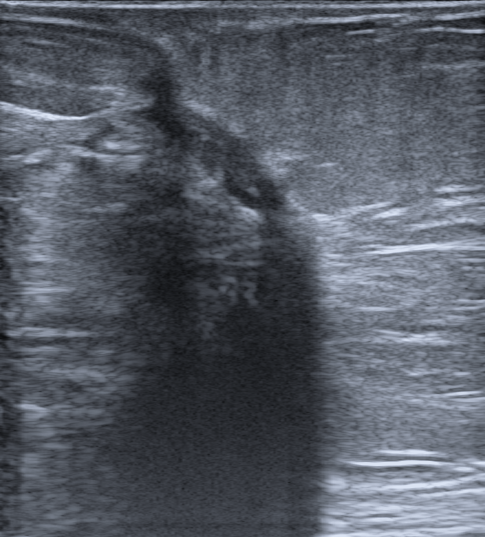
Breast ultrasound. Age 55.
This breast ultrasound shows a finding with echogenic halo: absent, not circumscribed - indistinct margin, skin thickening: present, hypoechoic echotexture, BI-RADS assessment: 2, irregular shape, calcifications: indefinable, posterior acoustic features: shadowing.